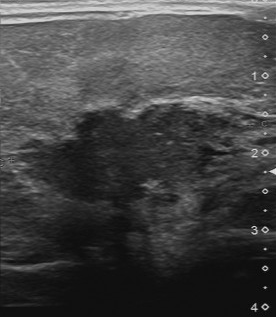
Breast ultrasound.
The finding demonstrates irregular contour, unclear lesion boundary, hypoechoic echo pattern, BI-RADS on independent re-read: 4B, pathology: invasive ductal carcinoma, biopsy or follow-up result: malignant.